Modality: breast US.
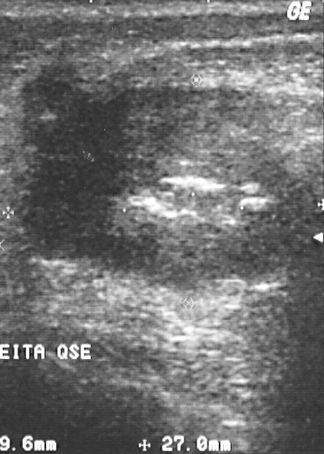
Coordinates are pixels in the 324x454 image. Lesion region of interest: (14,84)-(323,298).